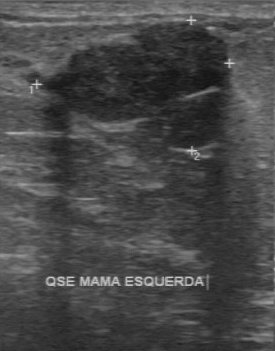
Breast ultrasound image.
This breast ultrasound image shows a mass with BI-RADS (second read): 3, original BI-RADS: 3.